Modality: breast US.
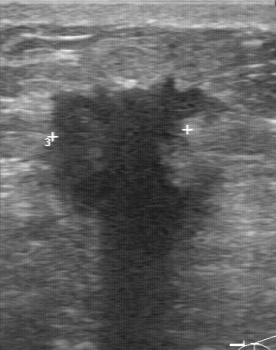
Lesion region of interest: top-left (41, 76), bottom-right (228, 270).